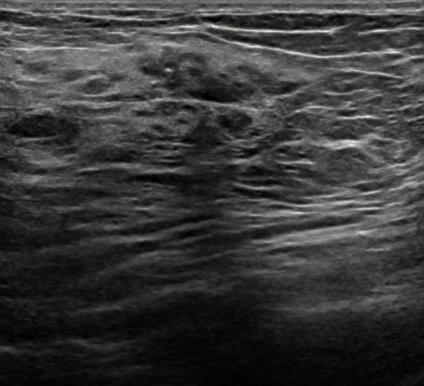
Breast ultrasound scan.
Echogenicity is heterogeneous. There is no skin thickening. Outcome on biopsy or follow-up is benign. The margin is not circumscribed - angular. Differential: Suspicion of malignancy; Dysplasia. Echogenic halo is absent. The shape is irregular. Verification is confirmed by biopsy. The BI-RADS is 5. There are no posterior acoustic features.